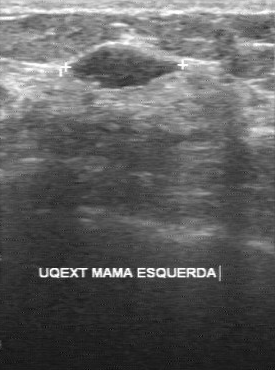
Modality: B-mode breast ultrasound.
The original reader assigned BI-RADS 3. The following findings are from a second reader, independent of the original assessment. Echo pattern: hypoechoic. Calcifications: none. Margin: regular. Its boundary is clear. Biopsy showed fibroadenoma, a benign finding.